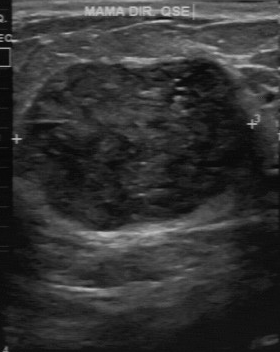
Modality: breast ultrasound image.
FINDINGS: Calcifications: suspected. Lesion margin: regular. Lesion boundary: fairly clear. Echogenicity: slightly hypoechoic.
OUTCOME ON BIOPSY OR FOLLOW-UP: benign.